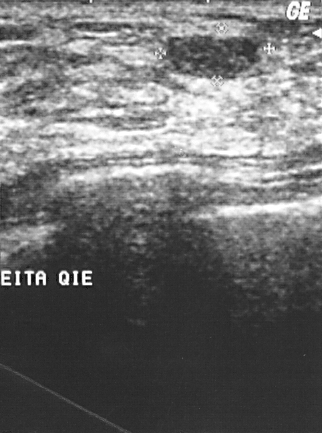
Imaging: breast ultrasound image.
BI-RADS assessment: 2. Biopsy or follow-up result: benign.
OUTCOME ON BIOPSY OR FOLLOW-UP: benign.